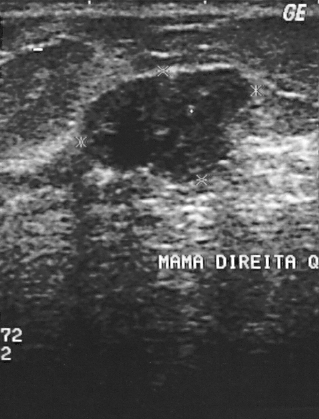
Modality: B-mode breast ultrasound. Scanner: GE Logiq 5 @10-12MHz.
Pathology confirmed fibroadenoma. Assigned BI-RADS 2. The mass is benign on biopsy or follow-up.